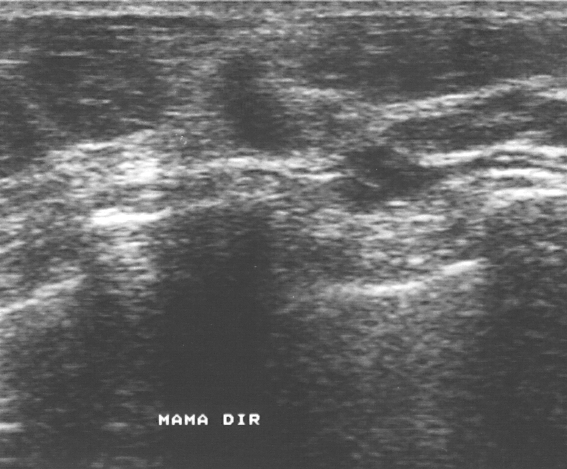
Modality: breast ultrasound image.
This breast ultrasound image shows a breast lesion with BI-RADS category: 4, outcome on biopsy or follow-up: malignant.